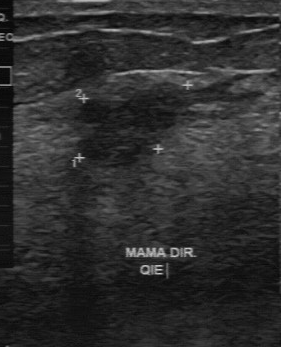
Imaging: breast ultrasound scan.
Coordinates are pixels in the 281x347 image. Segment the lesion: bounding box 73 81 188 169. The lesion is benign on biopsy or follow-up.